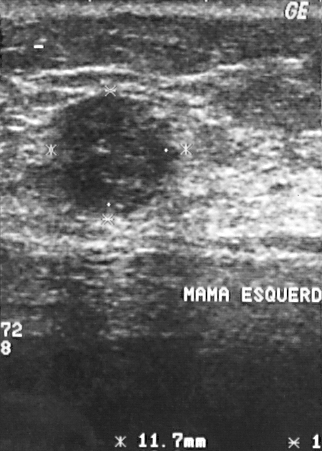
Imaging: breast US. Acquired on GE Logiq 5 @10-12MHz.
Biopsy or follow-up result: benign.